Acquired on GE Logiq 5 @10-12MHz. Modality: breast ultrasound.
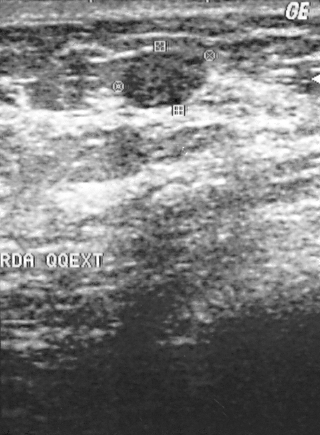
Mass: benign on biopsy or follow-up.